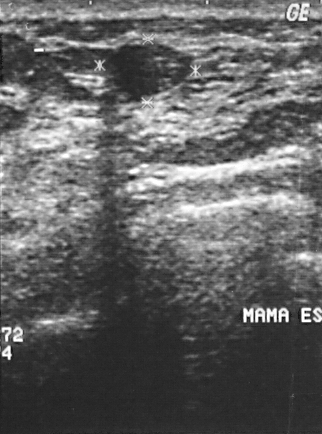
Scanner: GE Logiq 5 @10-12MHz. Breast ultrasound scan.
Segment the finding: bounding box (111,43)-(191,97). The finding is benign on biopsy or follow-up.